Modality: B-mode breast ultrasound.
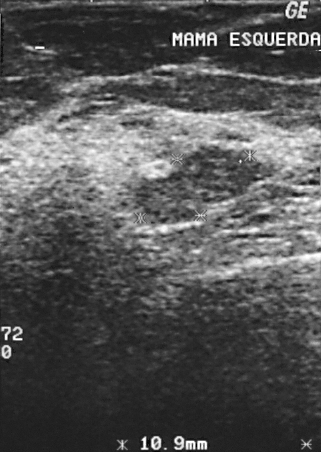
BI-RADS assessment: 2.
The biopsy result was lipoma; the finding is benign.
Biopsy or follow-up result: benign.